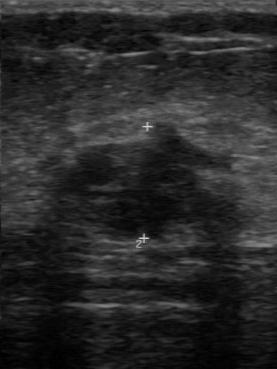
Scanner: GE Logiq 7 @10-14MHz. Imaging: B-mode breast ultrasound.
The lesion is located within the bounding box (49,124)-(246,242).